Imaging: B-mode breast ultrasound.
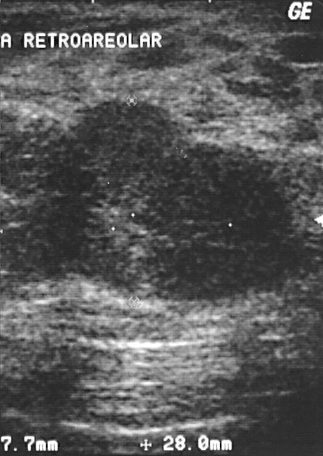
A breast lesion is present on this B-mode breast ultrasound. It was assessed as BI-RADS 4. Pathology confirmed benign fibroadenoma.